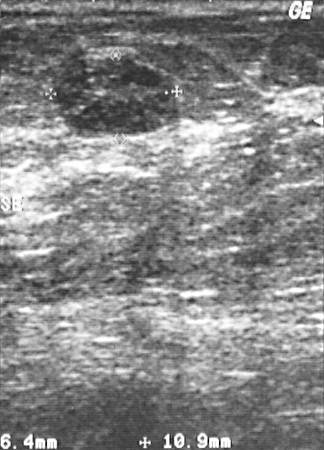
B-mode breast ultrasound.
A finding is seen. Assessment: BI-RADS 2. Biopsy showed fibroadenoma, a benign finding.